Modality: breast sonogram.
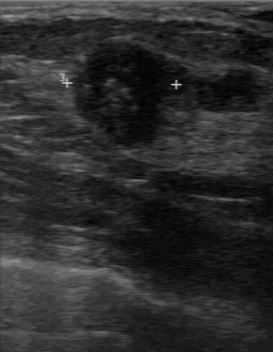
FINDINGS: Breast sonogram. Pathology: invasive ductal carcinoma. BI-RADS assessment: 4.
OUTCOME ON BIOPSY OR FOLLOW-UP: malignant.